Breast ultrasound image. Scanner: GE Logiq 7 @10-14MHz.
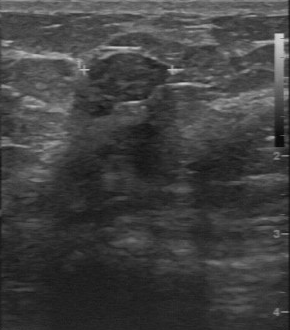
Coordinates are pixels in the 290x330 image. The finding is located within the bounding box (86, 53) to (163, 102). The finding is benign on biopsy or follow-up.